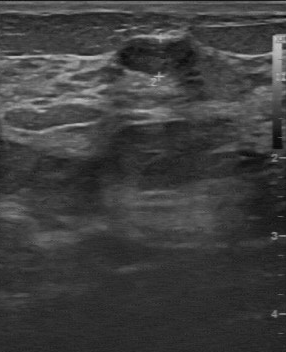
Imaging: breast ultrasound.
The lesion demonstrates clear lesion boundary, slightly hypoechoic echo pattern, regular contour, calcifications: absent, biopsy or follow-up result: benign.